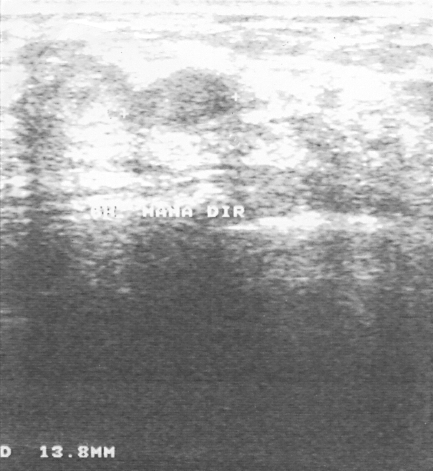
B-mode breast ultrasound.
BI-RADS category 3. The mass is benign on biopsy or follow-up. Biopsy showed fibroadenoma, a benign finding.